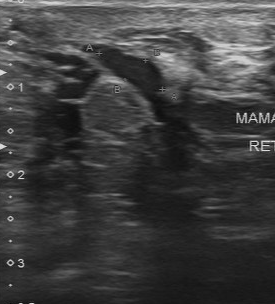
Scanner: Toshiba Aplio 300 @12-14 MHz. Modality: breast US.
Echo pattern is slightly hypoechoic. Calcifications are absent. Lesion margin: regular. The lesion boundary is fairly clear.